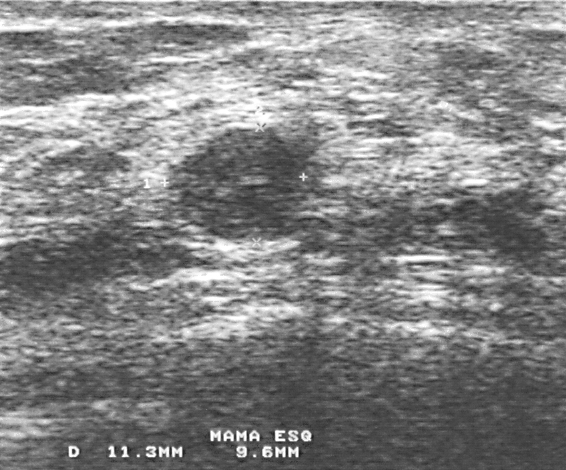
Scanner: GE Logiq 5 @10-12MHz. Breast sonogram.
This breast sonogram shows a mass, benign on biopsy or follow-up.